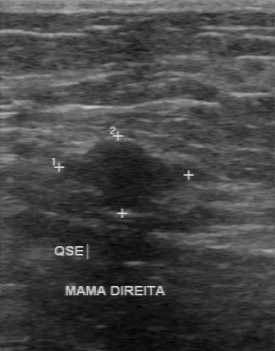
Modality: breast sonogram.
The original reader assigned BI-RADS 4. A second reader, independent of the original assessment, describes a hypoechoic lesion with a partially regular margin; the boundary is fairly clear. There are no calcifications. The biopsy result was fibroadenoma; the lesion is benign.